Modality: breast US.
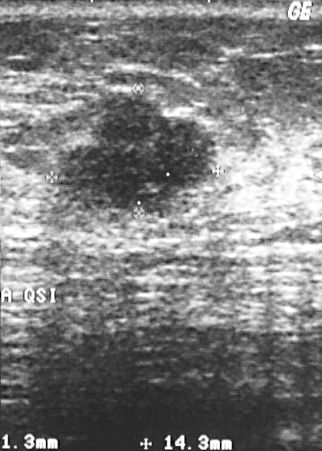
A finding is seen. It was assessed as BI-RADS 4. Pathology confirmed benign cyst.